Modality: breast sonogram.
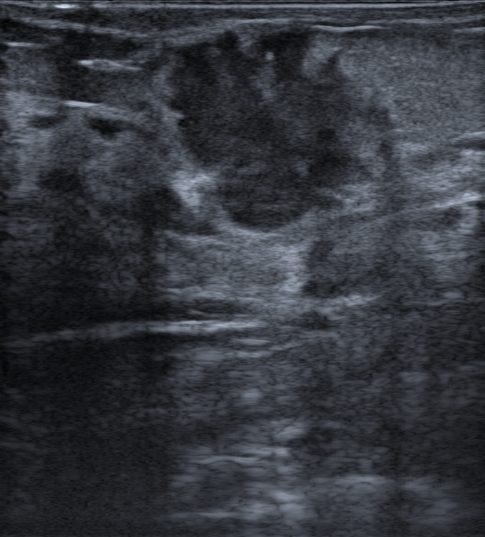
Outcome on biopsy or follow-up: malignant. BI-RADS 4C.